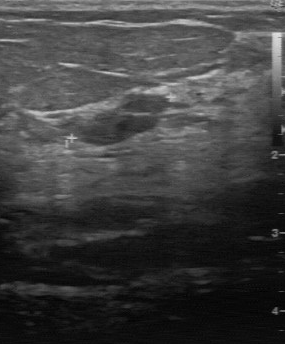
Modality: breast ultrasound.
FINDINGS: Breast ultrasound. BI-RADS on independent re-read: 3. Outcome on biopsy or follow-up: benign. BI-RADS (first reader): 3. Calcifications: none. Boundary: clear.